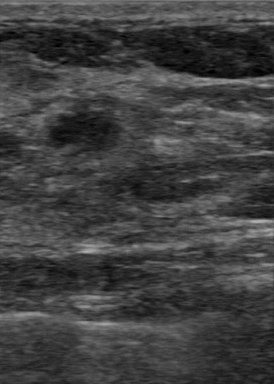
Breast sonogram. Acquired on GE Logiq 7 @10-14MHz.
Coordinates are pixels in the 274x384 image. Lesion region of interest: (47,111)-(124,154).